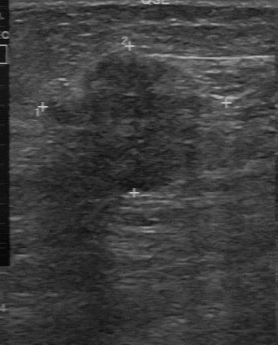
Modality: breast ultrasound image.
The original reader assigned BI-RADS 5. The following findings are from a second reader, independent of the original assessment. Margin: partially regular. Boundary: somewhat unclear. The finding is slightly hypoechoic. There are no calcifications. The biopsy result was invasive ductal carcinoma; the finding is malignant.